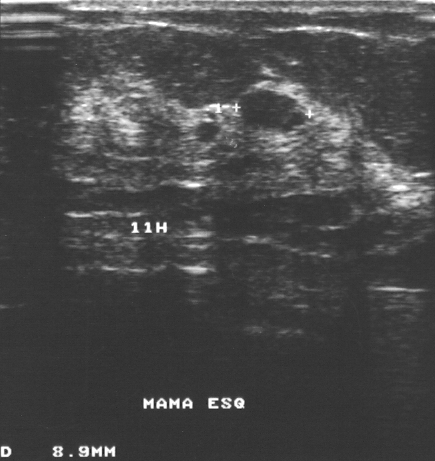
Scanner: GE Logiq 5 @10-12MHz. Modality: breast US.
A mass is present on this breast US. It was assessed as BI-RADS 3. Histopathology: fibroadenoma (benign).